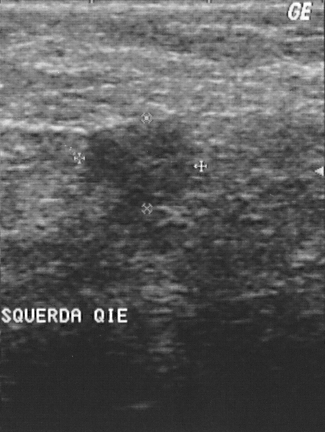
Modality: breast US.
A finding is present on this breast US. BI-RADS category 4. Biopsy showed invasive ductal carcinoma, a malignant finding.